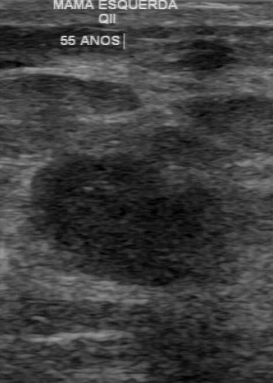
Acquired on GE Logiq 7 @10-14MHz. Imaging: breast ultrasound scan.
Pixel coordinates (x1, y1, x2, y2): The breast lesion occupies approximately 27 153 234 285. The breast lesion is malignant on biopsy or follow-up. BI-RADS 4.